Imaging: breast ultrasound.
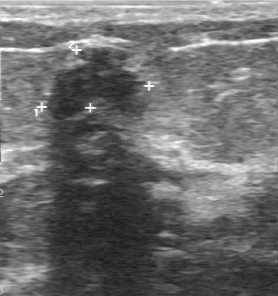
Coordinates are pixels in the 278x296 image. The breast lesion occupies approximately 47 62 138 119.